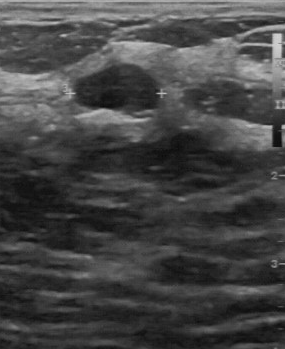
B-mode breast ultrasound.
The finding demonstrates calcifications: absent, BI-RADS (second read): 3, biopsy or follow-up result: benign.